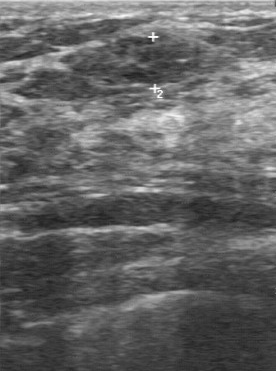
Modality: breast ultrasound image. Scanner: GE Logiq 7 @10-14MHz.
- calcifications: absent
- outcome on biopsy or follow-up: benign
- boundary: clear
- contour: regular
- echo pattern: hypoechoic